Breast sonogram. Scanner: Toshiba Aplio 300 @12-14 MHz.
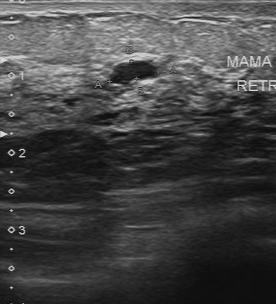
Biopsy result is cyst. BI-RADS assessment: 2.